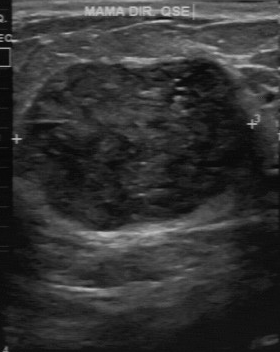
Breast sonogram.
FINDINGS: Breast sonogram. Independent BI-RADS assessment: 4A. Biopsy or follow-up result: benign.
OUTCOME ON BIOPSY OR FOLLOW-UP: benign.